Breast ultrasound image.
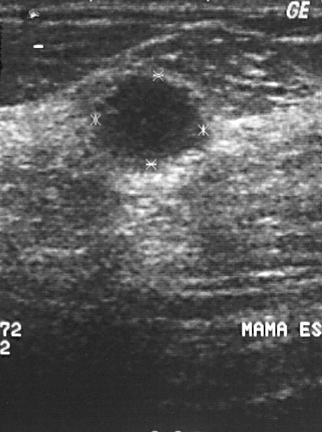
A mass is seen. Assessment: BI-RADS 4. Biopsy showed invasive ductal carcinoma, a malignant finding.